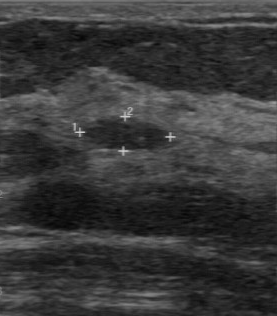
Imaging: breast sonogram.
BI-RADS 2 in the original read. The following findings are from a second reader, independent of the original assessment. The margin is regular. Boundary: clear. Internally the finding is hypoechoic. Calcifications: none. The biopsy result was fibroadenoma; the finding is benign.